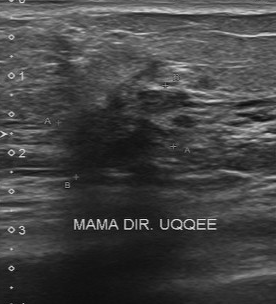
Breast sonogram.
BI-RADS 5 in the original read; on a second read the margin is irregular, the boundary unclear and the lesion hypoechoic. Calcifications: none. Pathology confirmed malignant invasive ductal carcinoma.